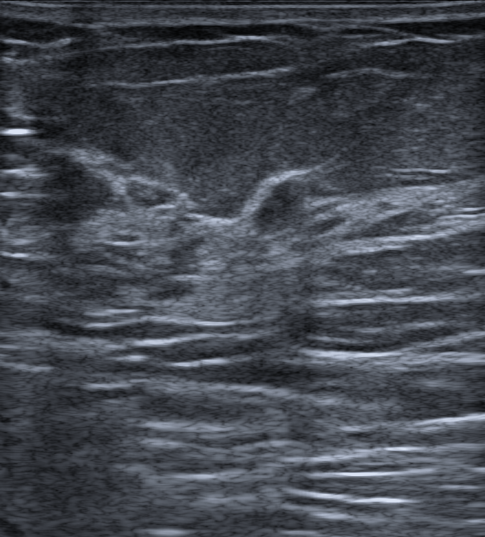
Background echotexture is heterogeneous: predominantly fat. Breast ultrasound image. Patient age: 57.
There is no skin thickening. No echogenic halo is seen. The finding is oval in shape. Its echo pattern is hypoechoic. Margins are not circumscribed, with indistinct features. No calcifications are seen. Posterior features: none. The finding is benign on biopsy or follow-up. Assigned BI-RADS 4B. Histopathology: Benign mammary dysplasia.